Imaging: breast US.
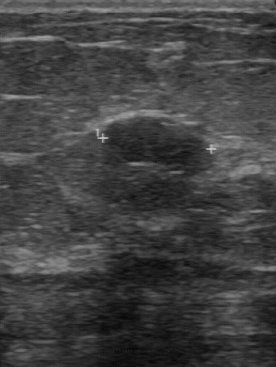
This breast US shows a finding with hypoechoic echo pattern, biopsy or follow-up result: benign, clear lesion boundary, calcifications: none, regular lesion margin, histopathology: fibroadenoma.